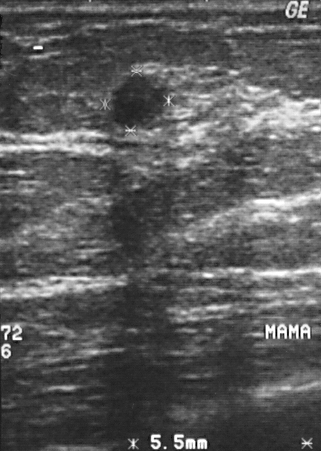
Modality: breast ultrasound image.
(coordinates in a 321x451 pixel frame) Breast lesion bounding box: (109, 74) to (170, 128). The breast lesion is benign on biopsy or follow-up.